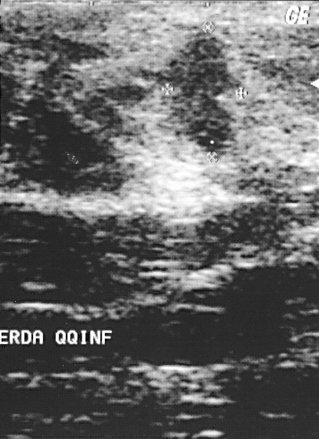
Imaging: breast ultrasound scan.
Outcome on biopsy or follow-up: malignant.
The biopsy result was invasive ductal carcinoma; the lesion is malignant.
BI-RADS assessment: 4.